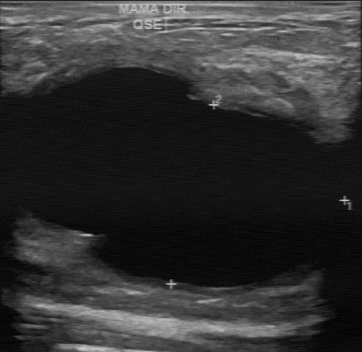
Breast ultrasound scan.
FINDINGS: Breast ultrasound scan. Pathology: cyst. BI-RADS assessment: 2.
OUTCOME ON BIOPSY OR FOLLOW-UP: benign.